Modality: breast sonogram.
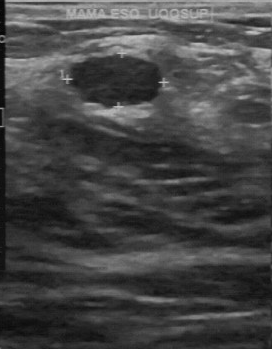
Outcome on biopsy or follow-up: benign. (BI-RADS category 2.)